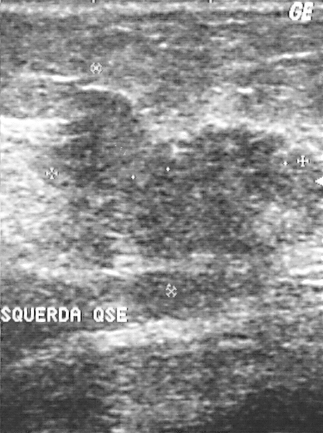
Modality: breast ultrasound.
This breast ultrasound shows a finding, malignant on biopsy or follow-up. BI-RADS 5.